B-mode breast ultrasound.
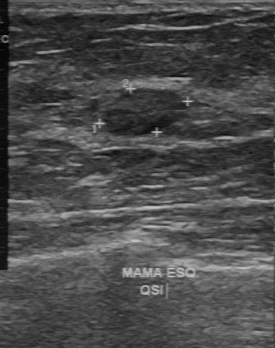
The lesion is benign on biopsy or follow-up. (BI-RADS category 2.)